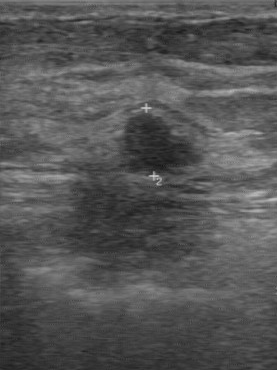
Breast ultrasound scan.
The breast lesion was categorized BI-RADS 4 in the original read. A second, independent read describes the breast lesion as follows. Margin: irregular. Calcifications: none. Echo pattern: hypoechoic. Its boundary is clear. Histopathology: fibroadenoma (benign).